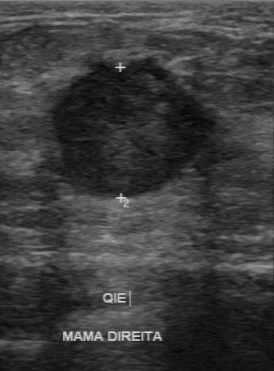
Modality: breast sonogram.
There are no calcifications. Biopsy result: invasive ductal carcinoma. Second-reader BI-RADS: 4B. Margin: partially regular. The boundary is somewhat unclear. The echo pattern is hypoechoic.